Breast ultrasound image.
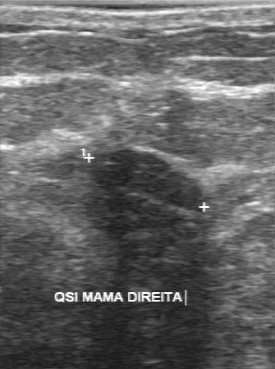
A lesion is seen with pathology: fibroadenoma, BI-RADS assessment: 4, biopsy or follow-up result: benign.